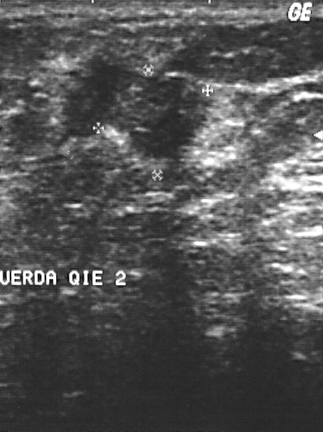
Modality: breast US. Scanner: GE Logiq 5 @10-12MHz.
This breast US shows a breast lesion. It was assessed as BI-RADS 4. Histopathology: invasive lobular carcinoma (malignant).